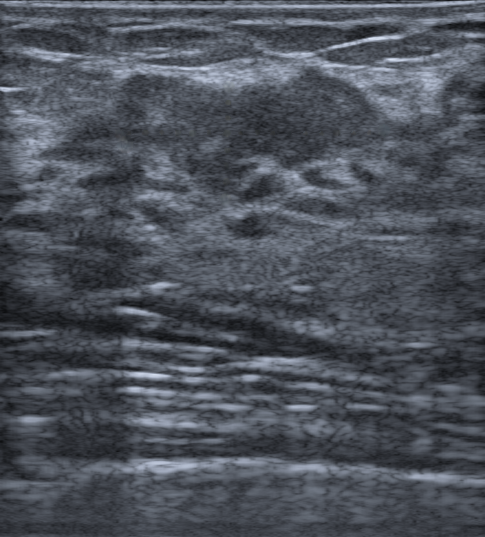
B-mode breast ultrasound. 50-year-old patient.
There is an oval lesion that is heterogeneous, with circumscribed margins. There are no posterior features. No echogenic halo is seen. There is no skin thickening. BI-RADS assessment: 4A; biopsy or follow-up result: benign. Radiologist's impression: Fibroadenoma; Hamartoma; Adenosis. Biopsy confirmed pseudoangiomatous stromal hyperplasia (PASH).